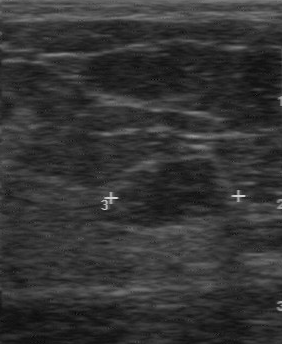
Imaging: B-mode breast ultrasound.
No calcifications are seen. The confirmed outcome (biopsy or follow-up) is benign. Lesion boundary: clear. Margin is regular. Internal echoes are hypoechoic.